Breast US.
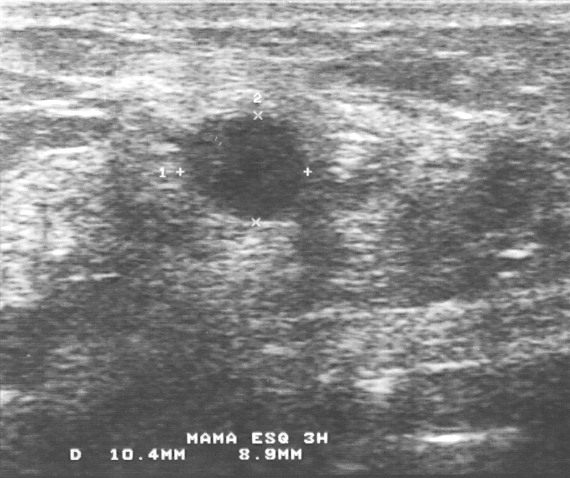
Coordinates are pixels in the 570x478 image. Segment the breast lesion: bounding box top-left (174, 117), bottom-right (304, 220).